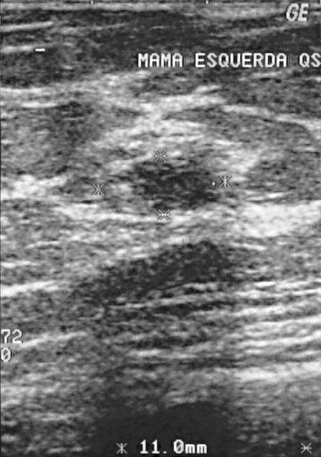
Scanner: GE Logiq 5 @10-12MHz. Breast US.
FINDINGS: Breast US. BI-RADS category: 3. Biopsy result: fibroadenoma.
OUTCOME ON BIOPSY OR FOLLOW-UP: benign.